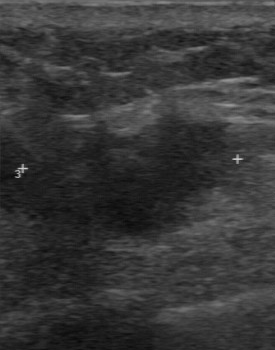
Breast US.
The finding was assessed as BI-RADS 4 by the original reader. Descriptors from an independent second read (not the reader who assigned the category): The lesion boundary is somewhat unclear. There are no calcifications. Internally the finding is heterogeneous. The finding has a partially regular margin. The biopsy result was invasive lobular carcinoma; the finding is malignant.